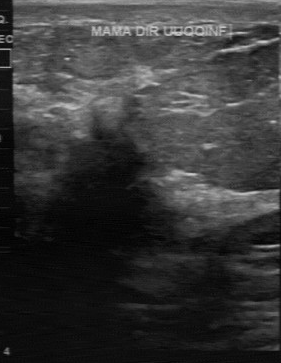
Modality: breast ultrasound image.
Original-read BI-RADS category: 5. A second reader, independent of the original assessment, describes a hypoechoic breast lesion with an irregular margin; the boundary is unclear. Biopsy showed invasive lobular carcinoma, a malignant finding.